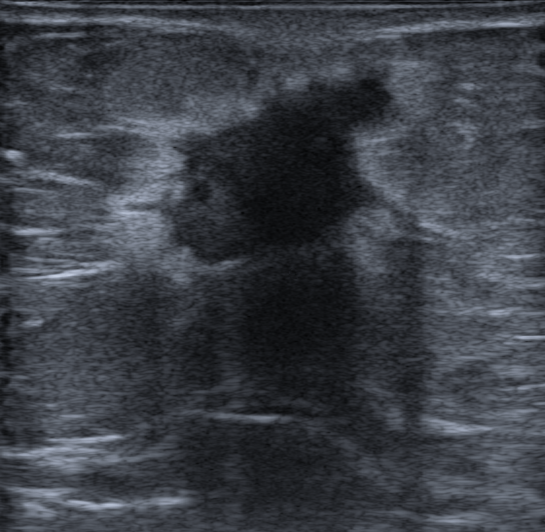
Breast sonogram. Patient age: 65.
Lesion region of interest: (121, 63) to (409, 271).